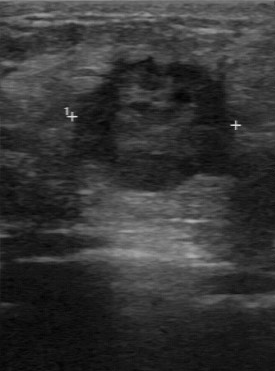
Modality: breast ultrasound. Acquired on GE Logiq 7 @10-14MHz.
The lesion is malignant on biopsy or follow-up.